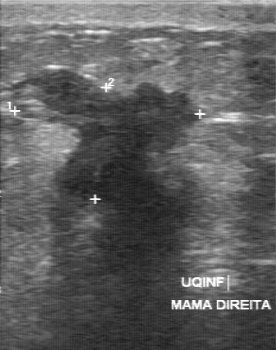
Modality: breast US.
Original-read BI-RADS category: 5. On a second, independent read, a breast lesion with an irregular margin and an unclear boundary is seen; it is hypoechoic. Calcifications: none. Histopathology: invasive ductal carcinoma (malignant).